Imaging: breast ultrasound.
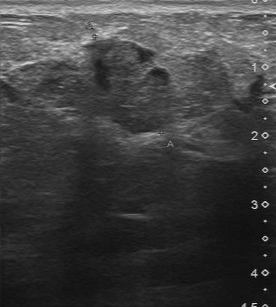
The independent BI-RADS assessment is 4A. There are no calcifications. The BI-RADS (first reader) is 4. The echogenicity is mixed cystic and solid. Contour: partially regular. Lesion boundary: fairly clear.